Modality: breast ultrasound.
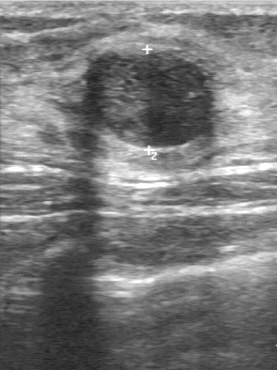
Breast ultrasound findings:
- BI-RADS category: 3